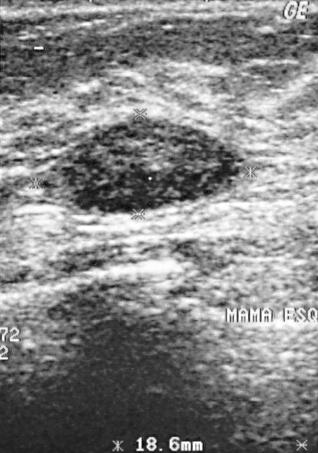
Modality: breast ultrasound.
BI-RADS category 2. Outcome on biopsy or follow-up: benign. Biopsy showed fibroadenoma.